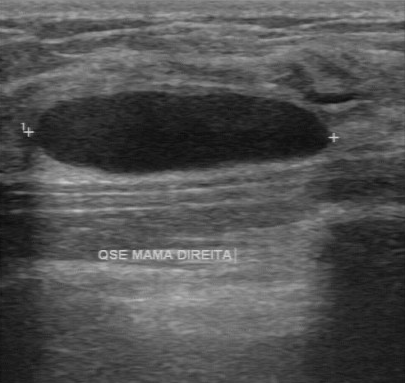
Imaging: breast sonogram.
A finding is seen with biopsy or follow-up result: benign, BI-RADS: 2.